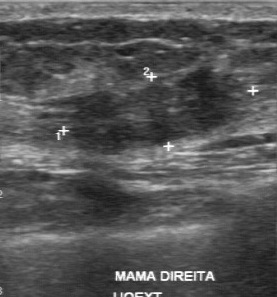
Imaging: breast ultrasound image.
FINDINGS: Breast ultrasound image. Echo pattern: slightly hypoechoic. Contour: irregular. Outcome on biopsy or follow-up: benign. Lesion boundary: unclear. Calcifications: suspected.
OUTCOME ON BIOPSY OR FOLLOW-UP: benign.